Modality: breast ultrasound.
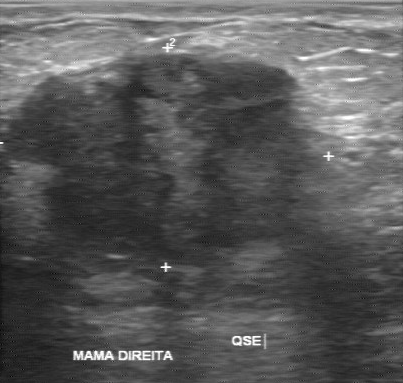
This breast ultrasound shows a finding with BI-RADS assessment: 4.